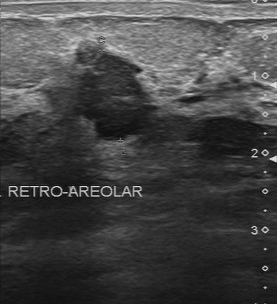
Modality: breast US. Scanner: Toshiba Aplio 300 @12-14 MHz.
The original reader assigned BI-RADS 4.
A second, independent read describes the breast lesion as follows.
Echo pattern: hypoechoic.
Calcifications: none.
The margin is irregular.
The lesion boundary is unclear.
Biopsy showed invasive ductal carcinoma, a malignant finding.